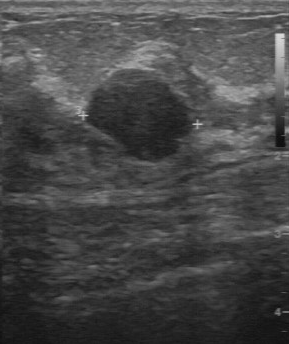
Imaging: breast ultrasound scan.
The mass was assessed as BI-RADS 4 by the original reader. On a second, independent read, a mass with a regular margin and a clear boundary is seen; it is slightly hypoechoic. Histopathology: fibroadenoma (benign).